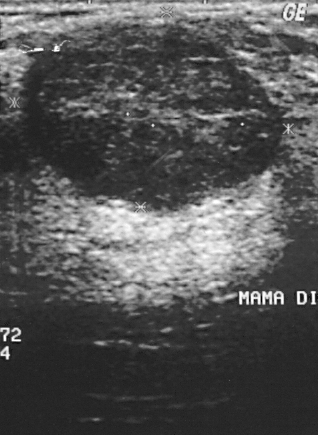
Imaging: breast sonogram. Scanner: GE Logiq 5 @10-12MHz.
The mass demonstrates confirmed outcome (biopsy or follow-up): benign, BI-RADS assessment: 2, pathology: fibroadenoma.